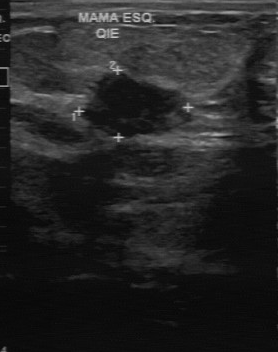
Modality: B-mode breast ultrasound.
The original reader assigned BI-RADS 5. A second reader, independent of the original assessment, describes a hypoechoic mass with a partially regular margin; the boundary is fairly clear. Biopsy showed invasive ductal carcinoma, a malignant finding.